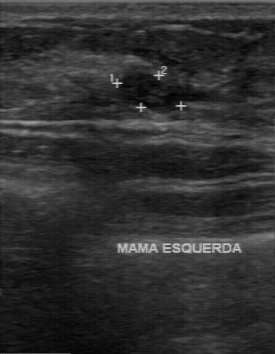
Modality: breast sonogram. Acquired on GE Logiq 7 @10-14MHz.
- echogenicity: hypoechoic
- calcifications: none
- independent BI-RADS assessment: 3
- lesion boundary: clear
- lesion margin: regular